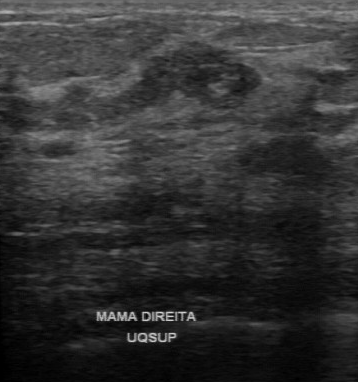
Modality: breast ultrasound image.
The mass is malignant on biopsy or follow-up.